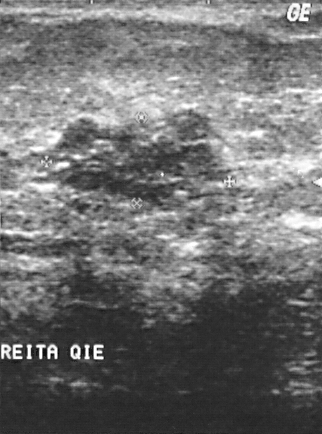
Modality: breast ultrasound scan.
Biopsy or follow-up result: benign. BI-RADS 4.